Modality: breast sonogram.
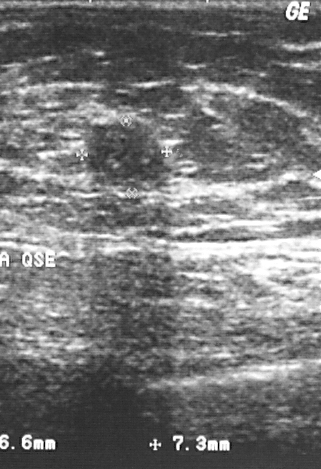
The finding is benign on biopsy or follow-up. The biopsy result was fibroadenoma. BI-RADS category 2.